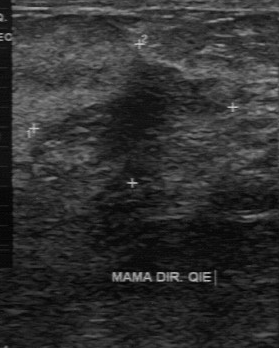
Breast ultrasound.
Coordinates are pixels in the 279x348 image. Lesion bounding box: (45,53)-(229,177). The lesion is benign on biopsy or follow-up.